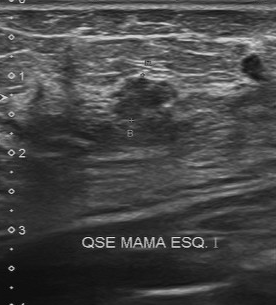
Acquired on Toshiba Aplio 300 @12-14 MHz. Imaging: breast ultrasound scan.
Lesion characteristics:
- BI-RADS category: 4
- outcome on biopsy or follow-up: benign